Age 51. Modality: breast US.
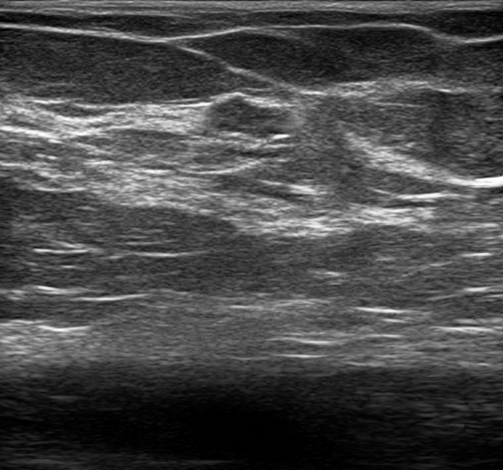
The mass is oval in shape.
Margin: circumscribed.
The mass is isoechoic.
No posterior acoustic features are seen.
Echogenic halo: absent.
There are no calcifications.
There is no skin thickening.
Radiologic interpretation: Suspicion of malignancy; Dysplasia; Fibroadenoma; Intraductal papilloma.
The mass is benign on biopsy or follow-up.
BI-RADS category 3.